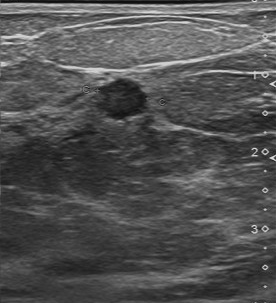
Imaging: breast ultrasound.
The finding was categorized BI-RADS 4 in the original read. A second, independent read describes the finding as follows. Boundary: clear. Calcifications: none. The margin is regular. Echo pattern: hypoechoic. Biopsy showed invasive ductal carcinoma, a malignant finding.